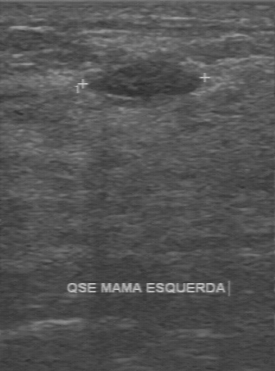
Breast ultrasound image.
The lesion was assessed as BI-RADS 2 by the original reader. A second, independent read describes the lesion as follows. The margin is regular. The lesion boundary is clear. Echo pattern: hypoechoic. Calcifications: none. Histopathology: fibroadenoma (benign).